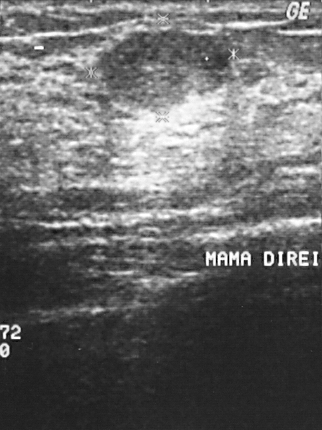
Imaging: breast ultrasound scan.
The biopsy result was fibroadenoma. This finding proved benign on biopsy or follow-up. The finding is assessed as BI-RADS 2.